Imaging: breast ultrasound scan. Scanner: GE Logiq 5 @10-12MHz.
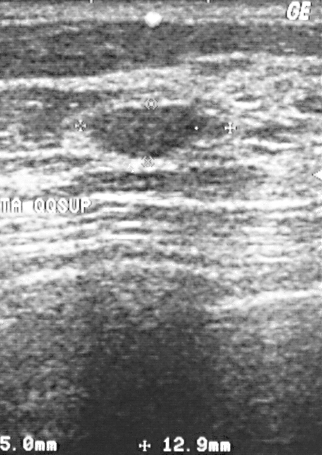
Lesion characteristics:
- biopsy result: fibroadenoma
- BI-RADS: 2